Imaging: breast ultrasound scan.
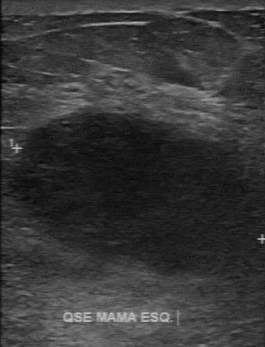
(coordinates in a 265x347 pixel frame) Lesion region of interest: (12,107)-(243,277). The breast lesion is malignant on biopsy or follow-up.